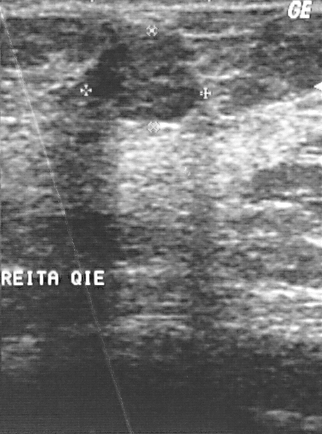
Modality: breast ultrasound image.
The BI-RADS category is 2.